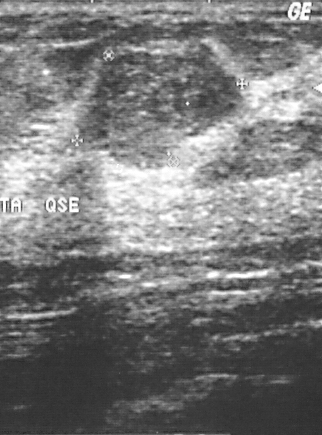
Imaging: breast ultrasound scan.
Coordinates are pixels in the 322x435 image. The lesion is located within the bounding box x1=86, y1=53, x2=242, y2=168. BI-RADS 3.